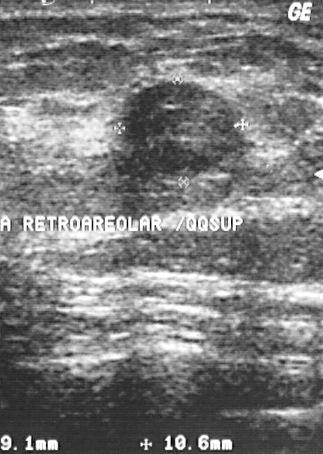
Modality: breast sonogram.
Biopsy or follow-up result: benign.